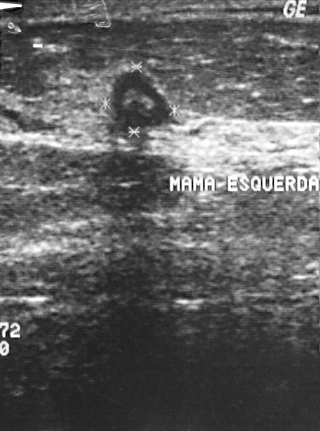
Modality: breast ultrasound image.
BI-RADS assessment: 2.
The biopsy result was cyst; the lesion is benign.